Breast sonogram.
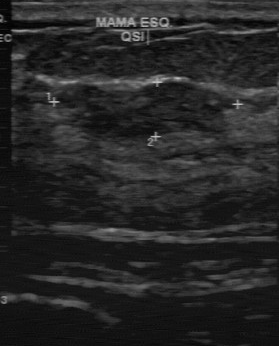
Biopsy or follow-up result is benign. The biopsy result is fibroadenoma. BI-RADS category: 4.